Modality: B-mode breast ultrasound.
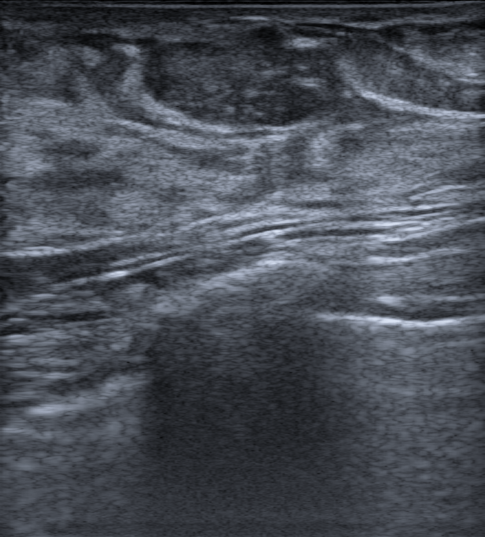
Calcifications: none.
Posterior features: none.
The breast lesion has a circumscribed margin.
It has an oval shape.
Echogenicity: heterogeneous.
No echogenic halo is seen.
Skin thickening: none.
Assigned BI-RADS 4A.
Histopathology: Fibroadenoma.